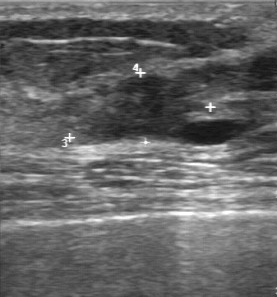
Modality: B-mode breast ultrasound.
Biopsy or follow-up result: benign.